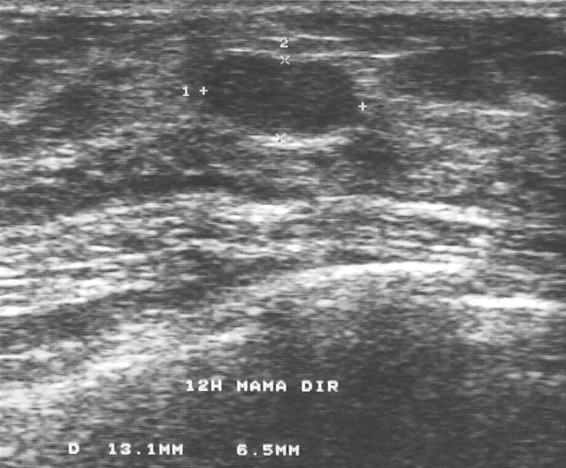
Scanner: GE Logiq 5 @10-12MHz. Imaging: breast ultrasound image.
A finding is seen. Assessment: BI-RADS 2. The biopsy result was fibroadenoma; the finding is benign.